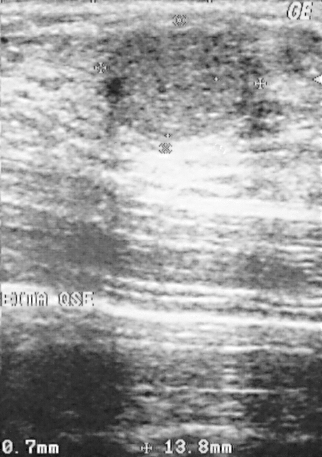
Modality: breast US.
(coordinates in a 322x457 pixel frame) The mass is located within the bounding box [101, 29, 251, 138]. The mass is benign on biopsy or follow-up.